Scanner: GE Logiq 5 @10-12MHz. Modality: breast US.
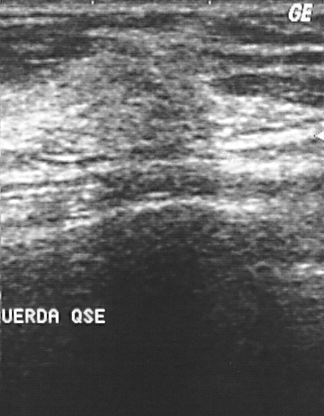
BI-RADS category 4. Biopsy showed invasive lobular carcinoma, a malignant finding. The finding is malignant on biopsy or follow-up.